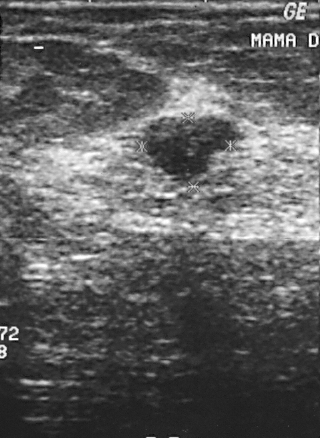
Breast ultrasound.
FINDINGS: Outcome on biopsy or follow-up: benign. BI-RADS category: 3.
OUTCOME ON BIOPSY OR FOLLOW-UP: benign.